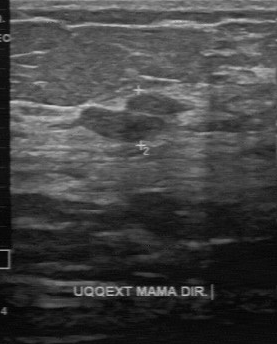
Breast ultrasound scan.
The mass is benign on biopsy or follow-up.